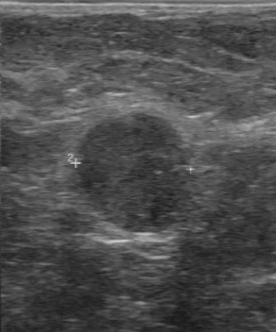
Breast ultrasound scan.
Lesion characteristics:
- BI-RADS (first reader): 4
- internal echoes: slightly hypoechoic
- lesion margin: regular
- boundary: fairly clear
- independent BI-RADS assessment: 3